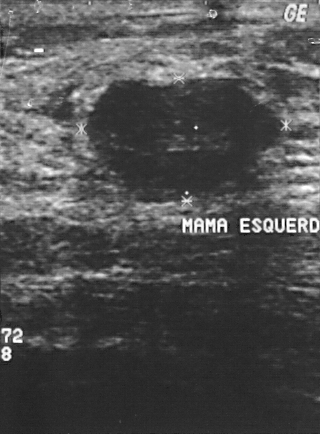
Modality: breast ultrasound.
This breast ultrasound shows a mass. Assessment: BI-RADS 2. Histopathology: fibroadenoma (benign).